Imaging: breast ultrasound scan.
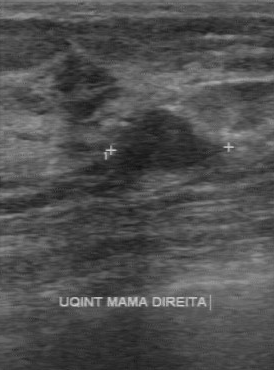
Biopsy or follow-up result: benign.